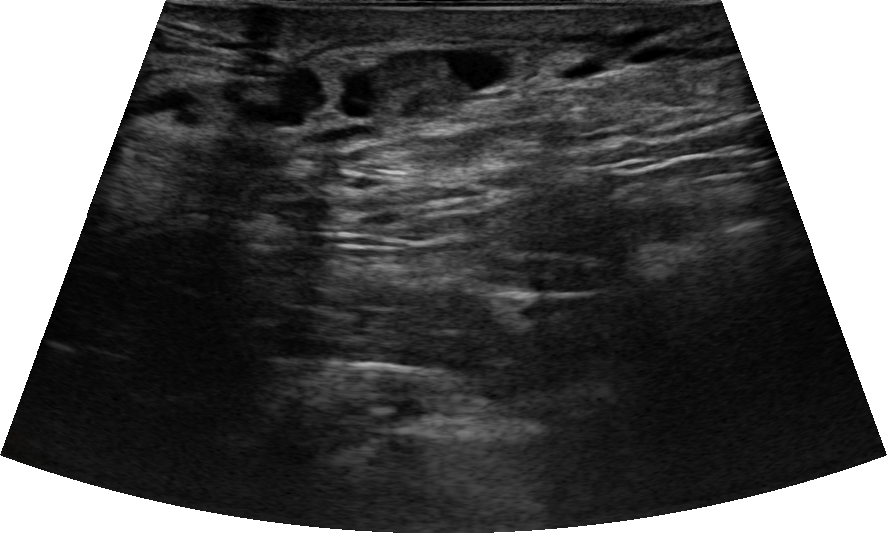
Background echotexture is heterogeneous: predominantly fibroglandular. B-mode breast ultrasound.
The finding is located within the bounding box (369, 56) to (466, 114). The finding is benign on biopsy or follow-up. BI-RADS 4A.